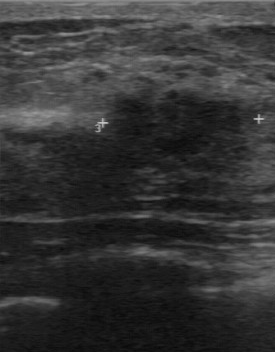
Breast sonogram.
Contour: regular. Calcifications are absent. Echo pattern: hypoechoic. Lesion boundary: somewhat unclear.